Breast ultrasound image.
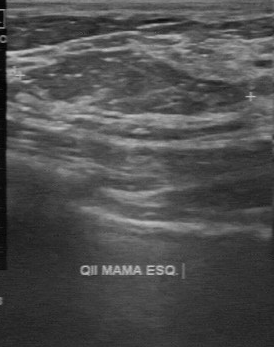
- pathology: sclerosing adenosis
- BI-RADS: 2